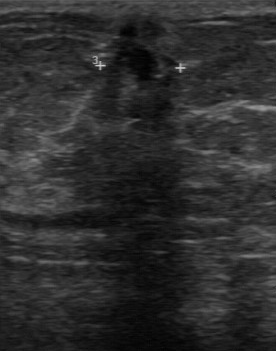
Acquired on GE Logiq 7 @10-14MHz. Modality: breast ultrasound.
The finding demonstrates outcome on biopsy or follow-up: malignant, biopsy result: invasive ductal carcinoma, BI-RADS assessment: 4.